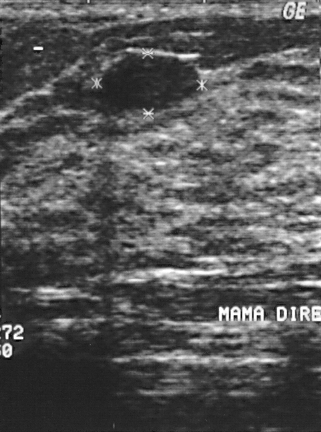
Modality: breast US.
Pathology confirmed fibroadenoma. BI-RADS category 2. Outcome on biopsy or follow-up: benign.